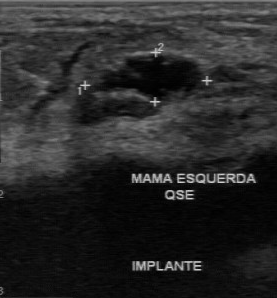
Modality: B-mode breast ultrasound.
B-mode breast ultrasound findings:
- original BI-RADS: 2
- BI-RADS (second read): 3
- calcifications: none
- confirmed outcome (biopsy or follow-up): benign